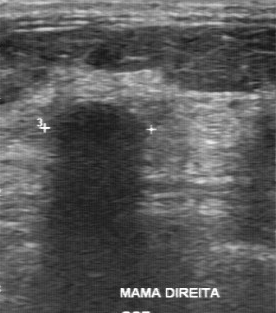
Imaging: breast ultrasound scan. Acquired on GE Logiq 7 @10-14MHz.
BI-RADS 2 in the original read. On a second read by an independent reader: Echo pattern: hypoechoic. Its boundary is fairly clear. There are no calcifications. The margin is regular. Histopathology: cyst (benign).